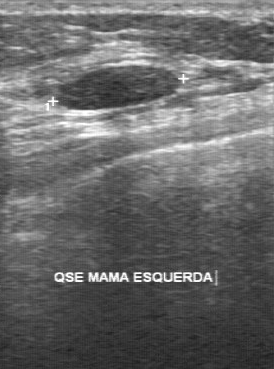
Breast sonogram.
The breast lesion demonstrates BI-RADS (second read): 3.